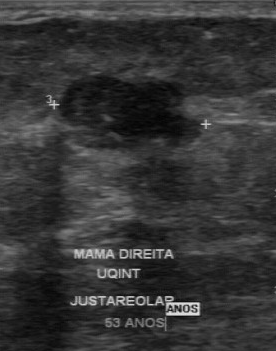
Scanner: GE Logiq 7 @10-14MHz. Breast sonogram.
The lesion is malignant on biopsy or follow-up.